Imaging: breast ultrasound image. Scanner: GE Logiq 5 @10-12MHz.
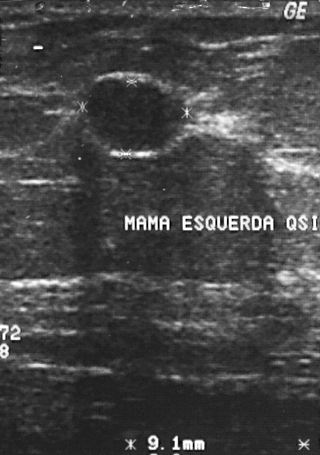
Confirmed outcome (biopsy or follow-up): benign. BI-RADS category: 2.
OUTCOME ON BIOPSY OR FOLLOW-UP: benign.